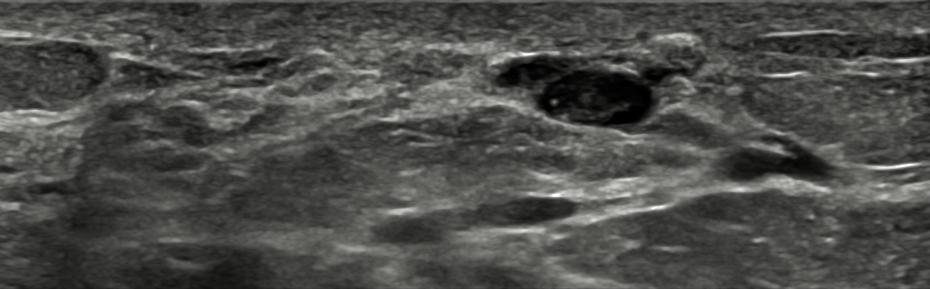
Patient age: 57. Imaging: breast ultrasound scan.
Biopsy or follow-up result: benign.